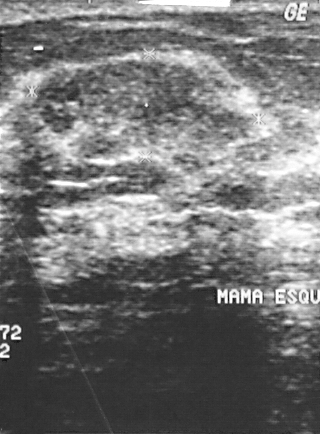
Imaging: B-mode breast ultrasound.
Biopsy showed fibrocystic changes. The finding is benign on biopsy or follow-up. The finding is assessed as BI-RADS 2.